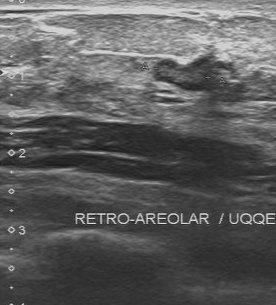
Imaging: breast US. Acquired on Toshiba Aplio 300 @12-14 MHz.
The breast lesion was assessed as BI-RADS 3 by the original reader. A second reader, independent of the original assessment, describes a slightly hypoechoic breast lesion with a partially regular margin; the boundary is fairly clear. There are no calcifications. The biopsy result was hyperplasia; the breast lesion is benign.